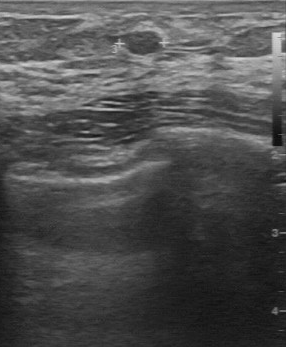
Breast US.
This breast US shows a lesion, benign on biopsy or follow-up. BI-RADS 3.